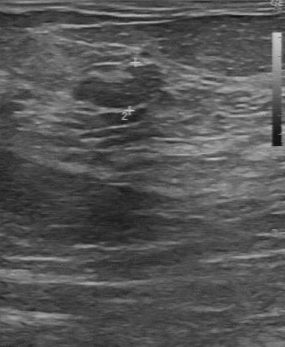
Modality: breast US.
(coordinates in a 285x347 pixel frame) The finding is located within the bounding box top-left (74, 65), bottom-right (153, 107). The finding is benign on biopsy or follow-up. BI-RADS 3.